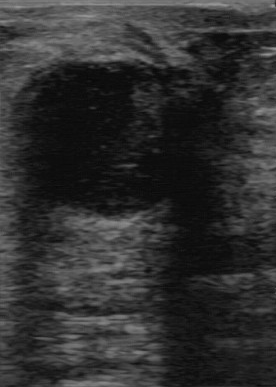
Breast ultrasound image. Acquired on GE Logiq 7 @10-14MHz.
The mass was categorized BI-RADS 3 in the original read. Descriptors from an independent second read (not the reader who assigned the category): The mass has a regular margin. The lesion boundary is clear. Echo pattern: hypoechoic. There are no calcifications. Biopsy showed cyst, a benign finding.